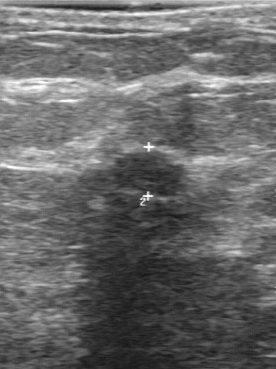
Acquired on GE Logiq 7 @10-14MHz. Breast ultrasound.
The finding was assessed as BI-RADS 4 by the original reader. A second reader, independent of the original assessment, describes a slightly hypoechoic finding with a regular margin; the boundary is fairly clear. No calcifications are seen. Biopsy showed fibroadenoma, a benign finding.